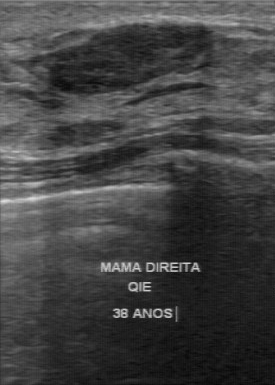
Breast sonogram.
- BI-RADS: 2
- confirmed outcome (biopsy or follow-up): benign